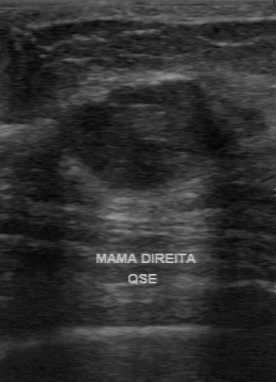
Acquired on GE Logiq 7 @10-14MHz. Modality: breast ultrasound image.
FINDINGS: Breast ultrasound image. Boundary: clear. Calcifications: absent. Echogenicity: hypoechoic. Contour: regular.